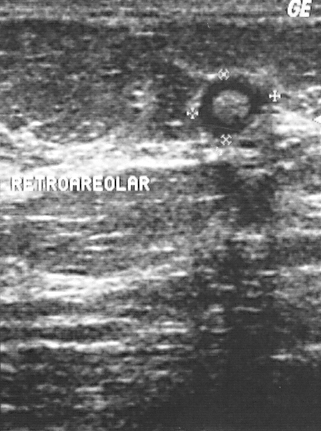
Imaging: breast sonogram.
Biopsy showed cyst, a benign finding.
This lesion proved benign on biopsy or follow-up.
Assigned BI-RADS 2.